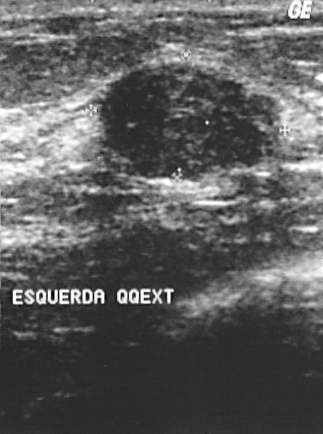
Imaging: breast US.
The finding is benign on biopsy or follow-up. BI-RADS 2.